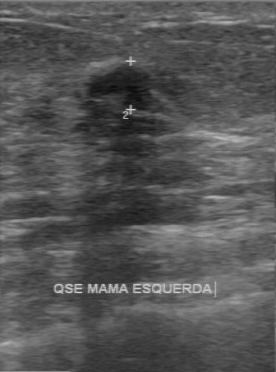
Scanner: GE Logiq 7 @10-14MHz. Modality: B-mode breast ultrasound.
BI-RADS 3 in the original read.
On a second read by an independent reader:
The margin is partially regular.
Internally the lesion is hypoechoic.
No calcifications are seen.
Its boundary is clear.
Biopsy showed fibroadenoma, a benign finding.